Scanner: GE Logiq 5 @10-12MHz. Modality: breast sonogram.
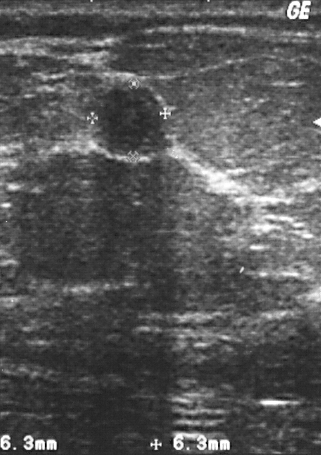
A finding is seen. BI-RADS category 2. Histopathology: fibroadenoma (benign).